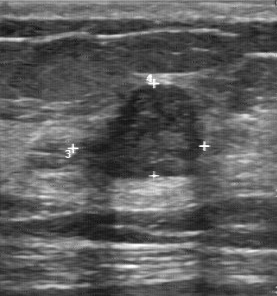
Breast US.
Breast US findings:
- BI-RADS: 4